Acquired on GE Logiq 7 @10-14MHz. Modality: breast ultrasound.
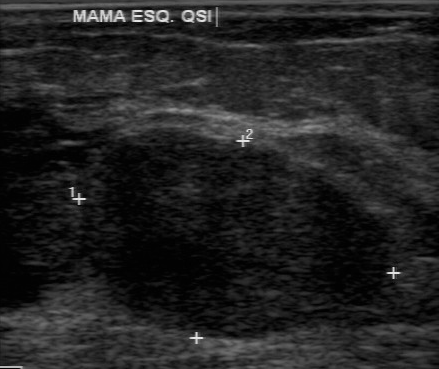
- margin: regular
- independent BI-RADS assessment: 4A
- calcifications: none
- echo pattern: hypoechoic